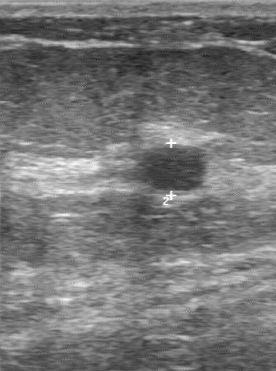
Imaging: breast US.
A mass is seen with regular contour, outcome on biopsy or follow-up: benign, clear boundary, hypoechoic internal echoes, calcifications: absent.